Breast US. Acquired on GE Logiq 5 @10-12MHz.
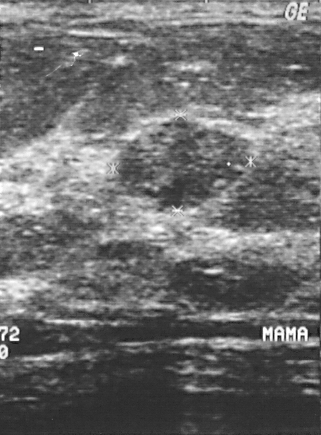
Lesion characteristics:
- confirmed outcome (biopsy or follow-up): benign
- BI-RADS category: 4